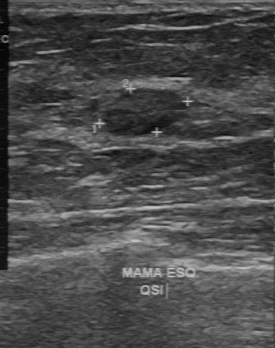
Modality: breast ultrasound.
Lesion margin: regular. Pathology: fibroadenoma. Independent BI-RADS assessment: 3. Original BI-RADS: 2.